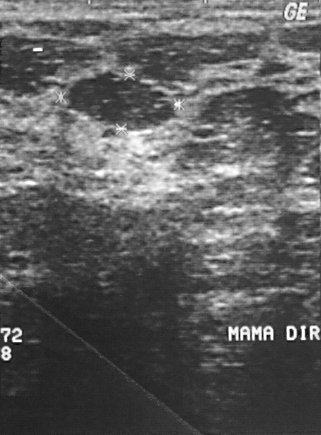
Imaging: B-mode breast ultrasound.
Biopsy result is fibroadenoma. BI-RADS assessment: 2.